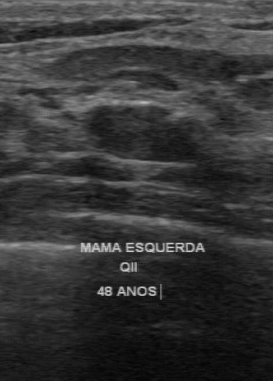
Modality: breast ultrasound image.
FINDINGS: BI-RADS on independent re-read: 3. Lesion boundary: clear. Margin: regular. Pathology: fibroadenoma.